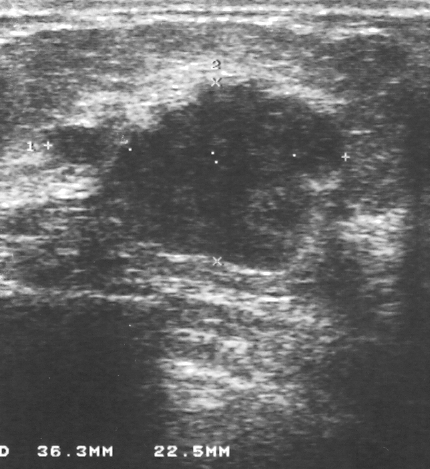
Modality: breast sonogram.
(coordinates in a 430x469 pixel frame) Segment the finding: bounding box 38 79 350 274. BI-RADS 5.